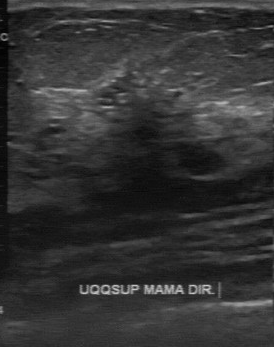
Modality: breast ultrasound scan.
BI-RADS 4 in the original read. On a second, independent read, a lesion with an irregular margin and an unclear boundary is seen; it is slightly hypoechoic. There are multiple clustered microcalcifications. Histopathology: hyperplasia (benign).